Imaging: B-mode breast ultrasound.
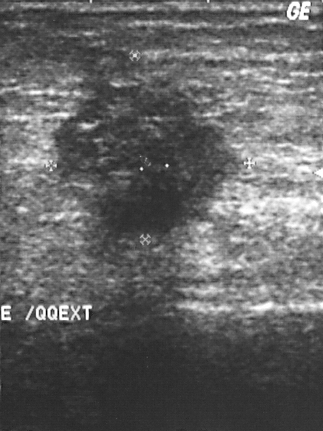
The finding demonstrates BI-RADS assessment: 5, confirmed outcome (biopsy or follow-up): malignant.